Modality: breast sonogram.
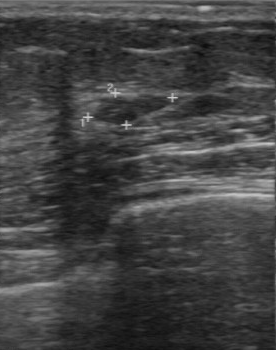
BI-RADS 2 in the original read. The following findings are from a second reader, independent of the original assessment. The margin is regular. Boundary: clear. Internally the lesion is hypoechoic. There are no calcifications. Biopsy showed fibroadenoma, a benign finding.